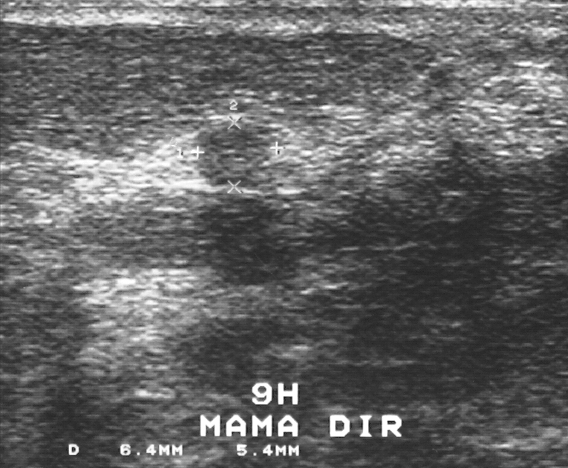
Breast US.
The biopsy result was intraductal papilloma. This mass proved benign on biopsy or follow-up. BI-RADS assessment: 3.